Modality: breast ultrasound image.
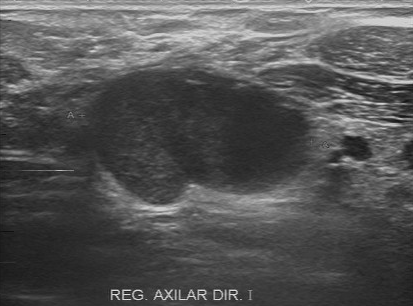
Finding: lesion, malignant on biopsy or follow-up. (BI-RADS category 4.)